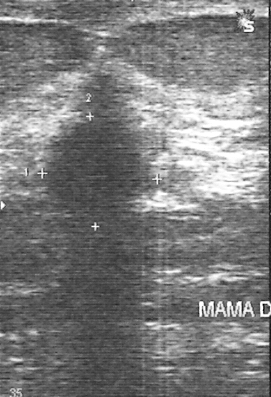
Modality: B-mode breast ultrasound.
BI-RADS category 5. Outcome on biopsy or follow-up: malignant. The biopsy result was invasive ductal carcinoma.